Breast ultrasound image. Scanner: GE Logiq 5 @10-12MHz.
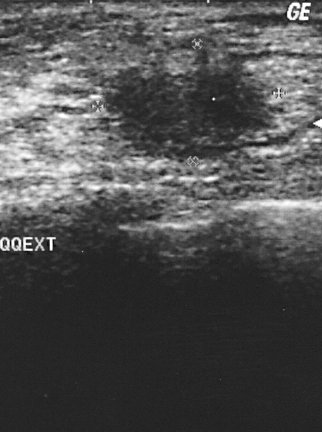
A lesion is present on this breast ultrasound image. Assessment: BI-RADS 4. Histopathology: invasive ductal carcinoma (malignant).